Modality: breast ultrasound scan.
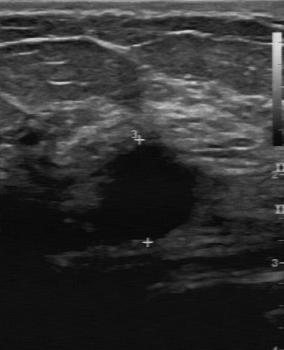
(coordinates in a 284x350 pixel frame) Segment the lesion: bounding box 88 131 212 241. The lesion is malignant on biopsy or follow-up.